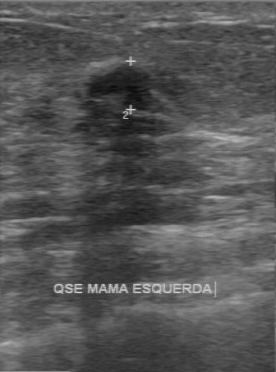
Modality: breast US.
- biopsy or follow-up result: benign
- histopathology: fibroadenoma
- BI-RADS category: 3